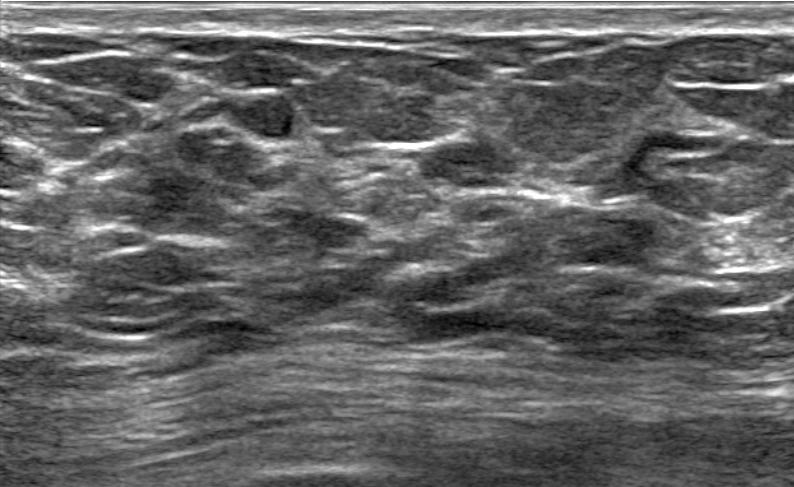
Imaging: breast ultrasound.
Biopsy result: Benign mammary dysplasia.
The lesion is assessed as BI-RADS 4A.
The lesion is oval in shape.
Margin: circumscribed.
The lesion is isoechoic.
Posterior features: none.
No echogenic halo is seen.
There are no calcifications.
There is no skin thickening.